Acquired on GE Logiq 7 @10-14MHz. Breast ultrasound scan.
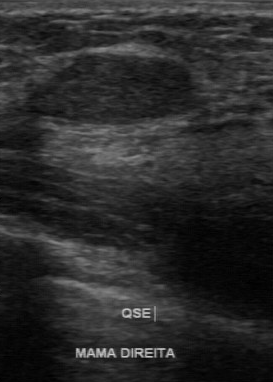
Calcifications are absent. Boundary is clear. Biopsy result is fibroadenoma. The biopsy or follow-up result is benign. The contour is regular. The echogenicity is hypoechoic.